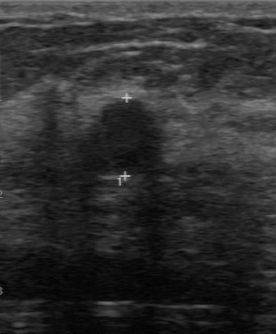
Modality: B-mode breast ultrasound. Acquired on GE Logiq 7 @10-14MHz.
The breast lesion demonstrates biopsy or follow-up result: benign, independent BI-RADS assessment: 4A, BI-RADS (first reader): 4.